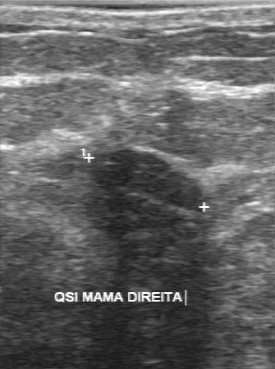
Imaging: B-mode breast ultrasound.
BI-RADS 4 in the original read; on a second read the margin is regular, the boundary clear and the mass slightly hypoechoic. Pathology confirmed benign fibroadenoma.